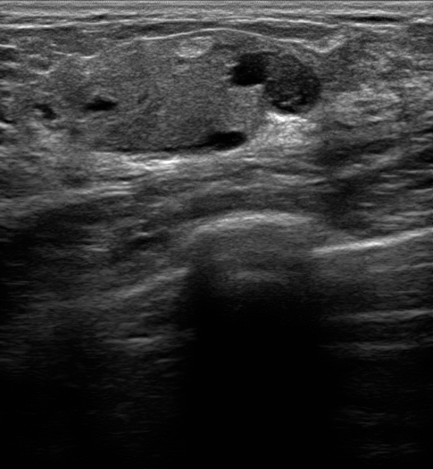
Age 29. Breast ultrasound.
An oval, heterogeneous lesion with circumscribed margins is seen. Posterior enhancement is present. BI-RADS 4A; outcome on biopsy or follow-up: benign. Radiologist's impression: Suspicion of malignancy; Dysplasia; Fibroadenoma; Intraductal papilloma; Hamartoma. Biopsy confirmed benign mammary dysplasia.